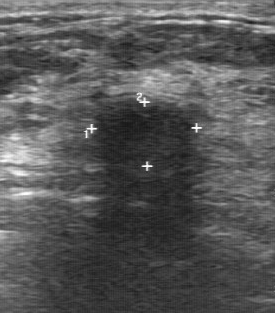
Acquired on GE Logiq 7 @10-14MHz. Breast ultrasound scan.
Echogenicity is hypoechoic. No calcifications are seen. Lesion boundary is unclear. Contour: partially regular.